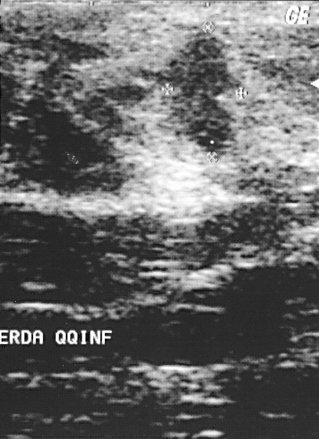
Breast US.
Lesion: malignant on biopsy or follow-up. BI-RADS 4.